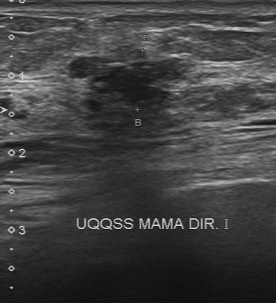
B-mode breast ultrasound. Acquired on Toshiba Aplio 300 @12-14 MHz.
The original reader assigned BI-RADS 4. Findings on the second read (an independent reader): a slightly hypoechoic finding, margin irregular, boundary unclear. Histopathology: invasive ductal carcinoma (malignant).